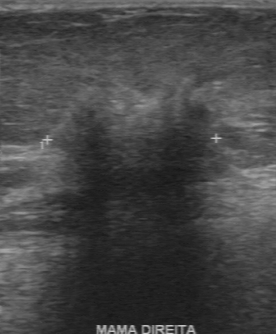
Modality: breast sonogram.
BI-RADS 4 in the original read.
A second, independent read describes the lesion as follows.
The margin is irregular.
Its boundary is unclear.
Echo pattern: heterogeneous.
Calcifications: none.
Histopathology: invasive ductal carcinoma (malignant).